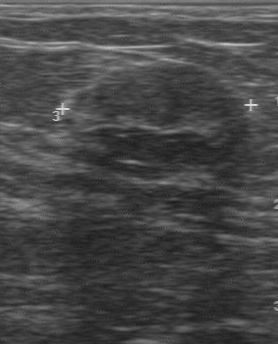
Imaging: breast US. Acquired on GE Logiq 7 @10-14MHz.
Biopsy or follow-up result: benign.